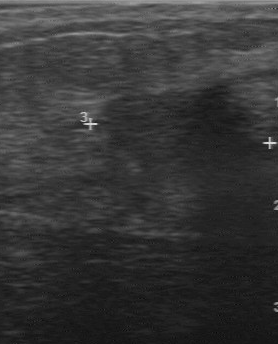
Modality: breast ultrasound scan. Acquired on GE Logiq 7 @10-14MHz.
BI-RADS assessment: 4. Biopsy result is invasive ductal carcinoma. The biopsy or follow-up result is malignant.